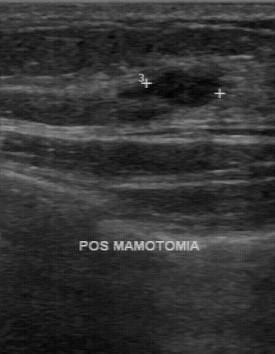
Imaging: breast ultrasound image.
The mass was categorized BI-RADS 4 in the original read. On a second, independent read, a mass with a regular margin and a clear boundary is seen; it is hypoechoic. Biopsy showed sclerosing adenosis, a benign finding.